Imaging: B-mode breast ultrasound. Acquired on GE Logiq 5 @10-12MHz.
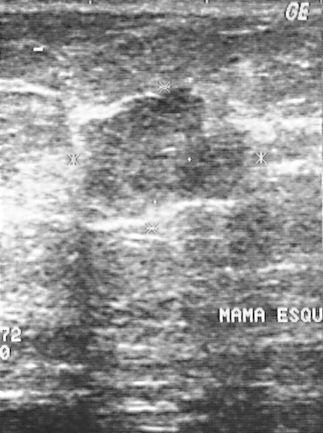
Confirmed outcome (biopsy or follow-up): malignant. BI-RADS: 4.
OUTCOME ON BIOPSY OR FOLLOW-UP: malignant.